Scanner: GE Logiq 7 @10-14MHz. Imaging: breast sonogram.
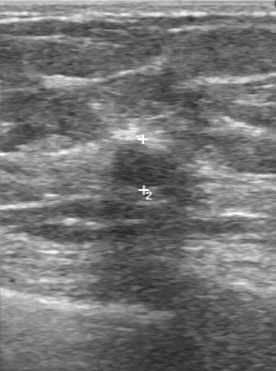
Breast sonogram findings:
- BI-RADS category: 4
- histopathology: fibroadenoma
- outcome on biopsy or follow-up: benign